Modality: B-mode breast ultrasound. Patient age: 55.
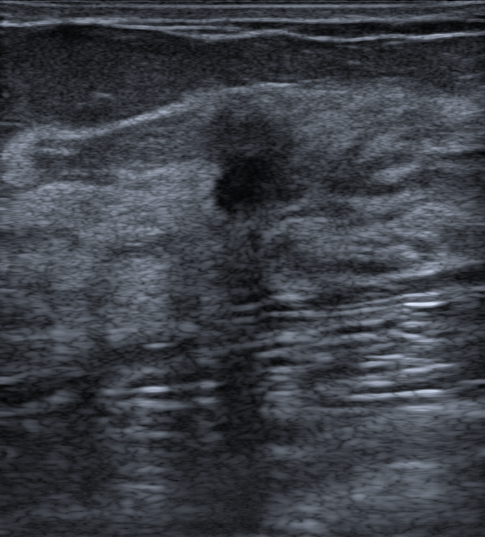
Findings: an irregular finding of hypoechoic echotexture with spiculated, microlobulated and indistinct margins. Posterior shadowing is present. Echogenic halo: absent. BI-RADS 4C; benign on biopsy or follow-up. Biopsy result: Pseudoangiomatous stromal hyperplasia (PASH).